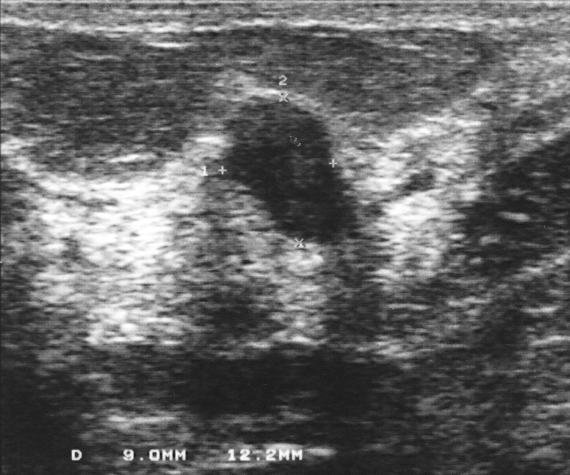
Breast ultrasound.
(coordinates in a 570x475 pixel frame) The breast lesion occupies approximately [217, 95, 356, 245]. The breast lesion is benign on biopsy or follow-up. BI-RADS 4.